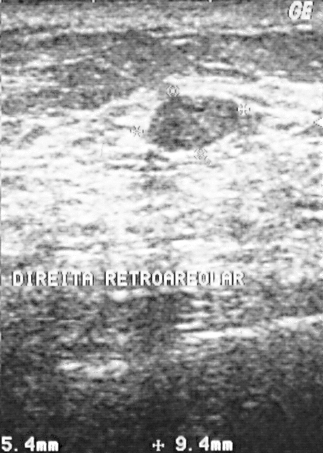
Scanner: GE Logiq 5 @10-12MHz. Imaging: breast ultrasound image.
Biopsy or follow-up result: benign. Histopathology: fibroadenoma (benign). BI-RADS assessment: 2.